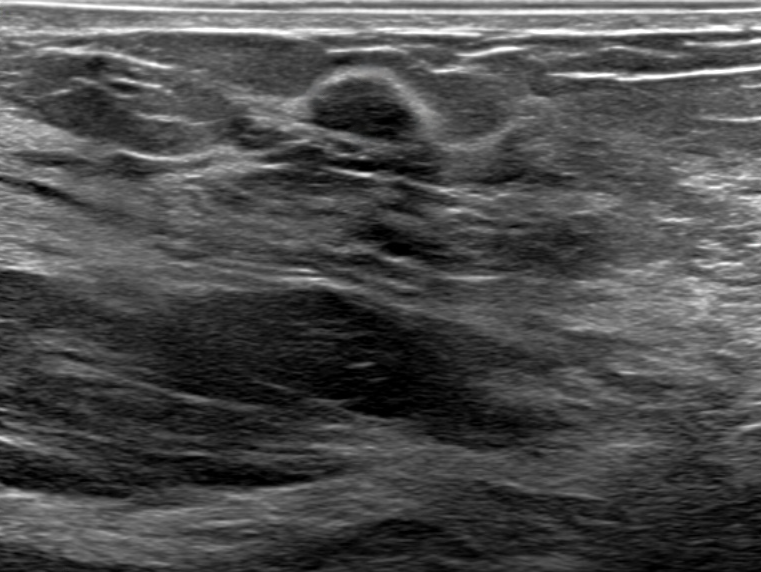
Breast ultrasound image.
This breast ultrasound image shows a finding, benign on biopsy or follow-up.